Modality: breast sonogram.
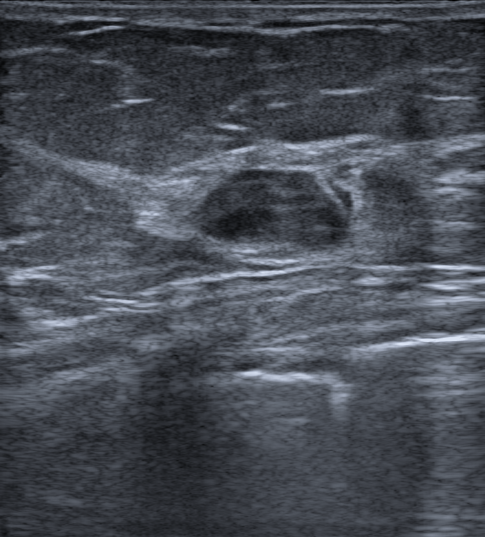
The finding is oval and heterogeneous; its margin is circumscribed. Posterior features: none. There is no skin thickening. BI-RADS assessment: 4A; biopsy or follow-up result: malignant. Biopsy result: Invasive lobular carcinoma.